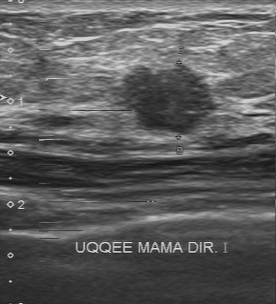
Modality: breast US.
BI-RADS 4 in the original read. On a second, independent read, a lesion with a partially regular margin and a somewhat unclear boundary is seen; it is hypoechoic. Calcifications: suspected. Pathology confirmed malignant invasive ductal carcinoma.